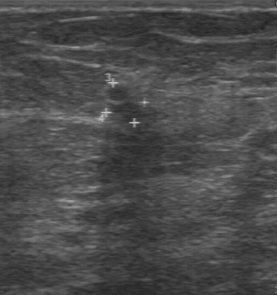
Modality: breast ultrasound.
The lesion was categorized BI-RADS 3 in the original read.
The following findings are from a second reader, independent of the original assessment.
The lesion has a partially regular margin.
Its boundary is somewhat unclear.
The lesion is slightly hypoechoic.
Calcifications: none.
The biopsy result was invasive ductal carcinoma; the lesion is malignant.